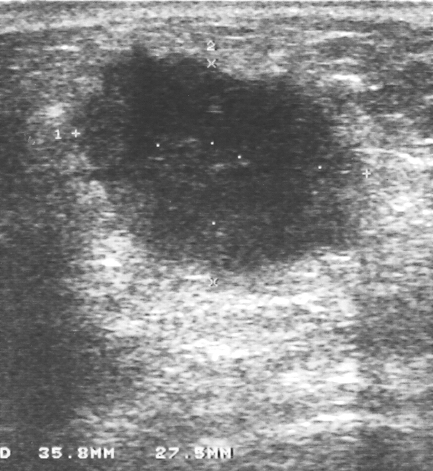
Breast ultrasound image.
This breast ultrasound image shows a mass, malignant on biopsy or follow-up.